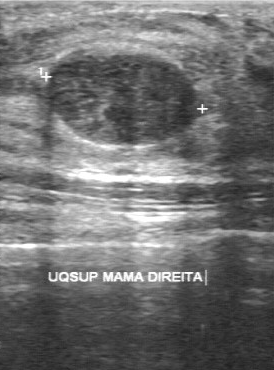
Modality: breast ultrasound.
The finding was assessed as BI-RADS 3 by the original reader. Findings on the second read (an independent reader): a heterogeneous finding, margin regular, boundary clear. No calcifications are seen. The biopsy result was fibroadenoma; the finding is benign.